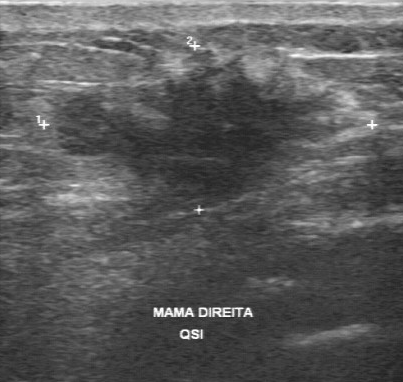
Modality: breast sonogram. Acquired on GE Logiq 7 @10-14MHz.
The lesion demonstrates biopsy or follow-up result: malignant, histopathology: invasive lobular carcinoma, BI-RADS assessment: 5.